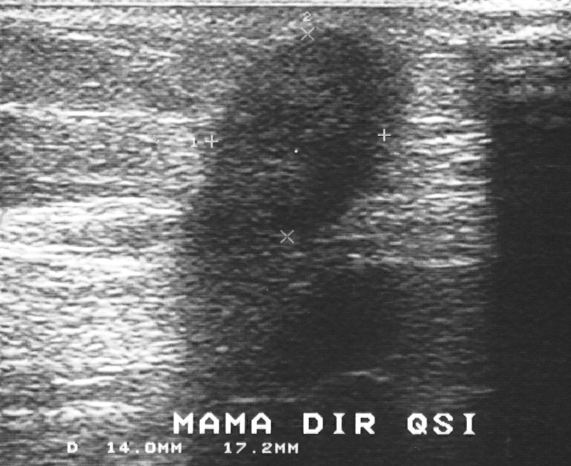
Modality: breast ultrasound scan. Scanner: GE Logiq 5 @10-12MHz.
FINDINGS: BI-RADS category: 4. Pathology: invasive ductal carcinoma. Confirmed outcome (biopsy or follow-up): malignant.
OUTCOME ON BIOPSY OR FOLLOW-UP: malignant.